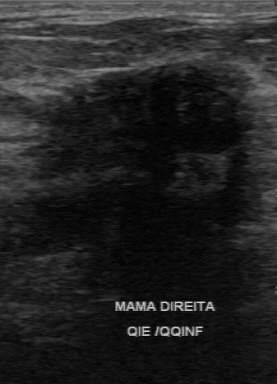
Imaging: breast US.
A finding is seen with partially regular margin, somewhat unclear boundary, calcifications: absent, hypoechoic echo pattern.